Modality: breast US.
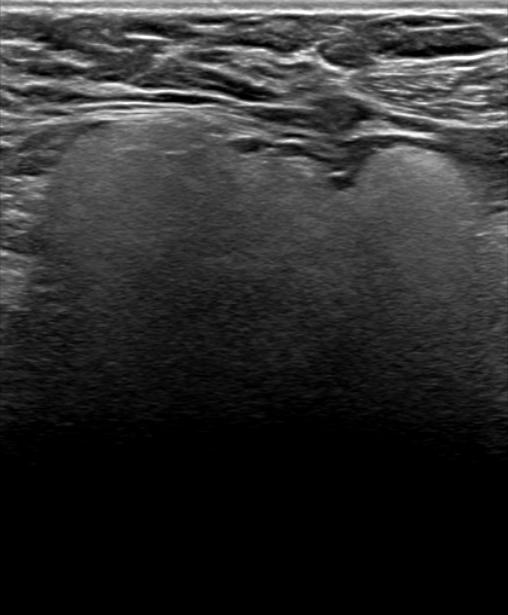
The lesion demonstrates outcome on biopsy or follow-up: benign, skin thickening: none, circumscribed margin, posterior acoustic features: shadowing, echogenic halo: none, BI-RADS category: 2, hyperechoic echo pattern, calcifications: none, irregular lesion shape.